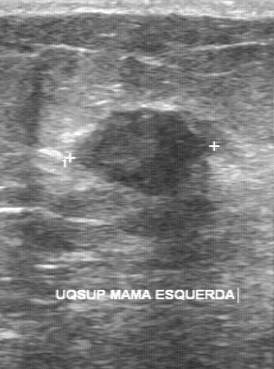
Imaging: breast ultrasound. Scanner: GE Logiq 7 @10-14MHz.
Outcome on biopsy or follow-up: malignant. BI-RADS 4.